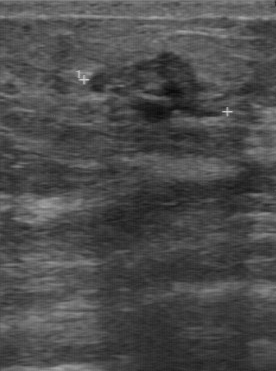
Imaging: breast ultrasound scan.
The mass demonstrates outcome on biopsy or follow-up: malignant, BI-RADS category: 5.